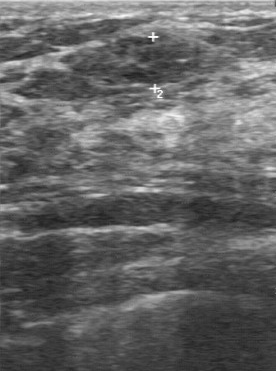
Modality: B-mode breast ultrasound.
BI-RADS (first reader): 3. Lesion boundary is clear. The pathology is fibroadenoma. Independent BI-RADS assessment: 3.